Modality: B-mode breast ultrasound.
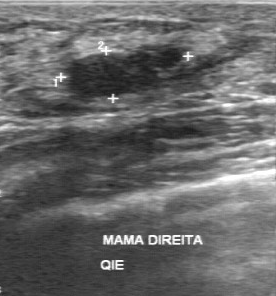
This B-mode breast ultrasound shows a finding, benign on biopsy or follow-up.